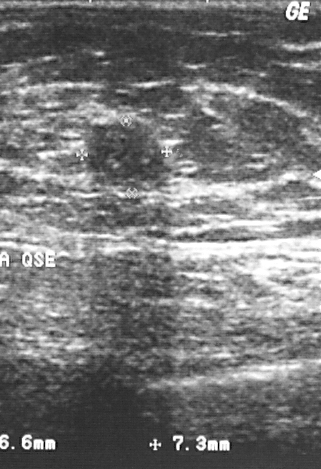
Modality: breast ultrasound scan. Acquired on GE Logiq 5 @10-12MHz.
A mass is seen. Assessment: BI-RADS 2. Histopathology: fibroadenoma (benign).